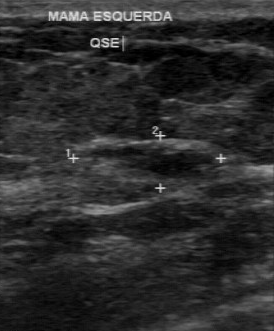
Modality: breast ultrasound scan.
The breast lesion was assessed as BI-RADS 4 by the original reader. A second reader, independent of the original assessment, describes a slightly hypoechoic breast lesion with a partially regular margin; the boundary is somewhat unclear. Histopathology: invasive ductal carcinoma (malignant).